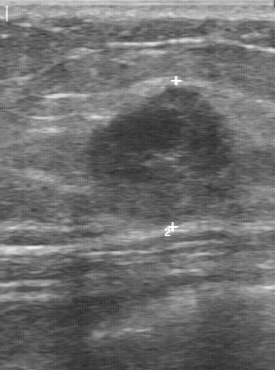
Breast ultrasound scan.
FINDINGS: Biopsy result: invasive ductal carcinoma. Outcome on biopsy or follow-up: malignant. BI-RADS category: 4.
OUTCOME ON BIOPSY OR FOLLOW-UP: malignant.